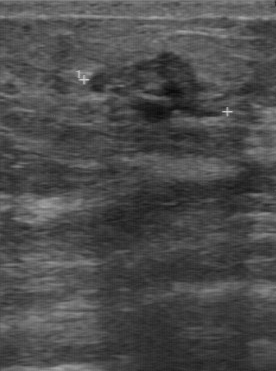
Modality: breast sonogram.
Coordinates are pixels in the 276x371 image. Finding bounding box: x1=88, y1=54, x2=224, y2=124. The finding is malignant on biopsy or follow-up. BI-RADS 5.